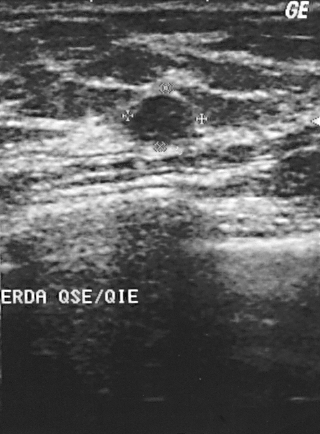
Breast ultrasound.
- BI-RADS category: 2